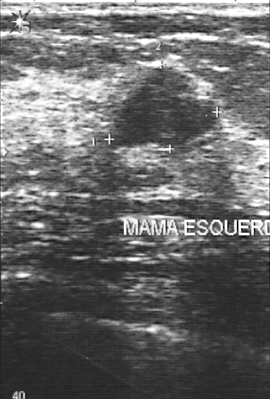
Breast ultrasound scan.
The biopsy result was fibroadenoma; the breast lesion is benign. BI-RADS category 3.